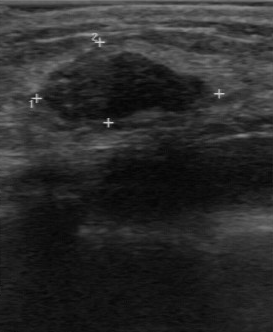
Imaging: breast ultrasound scan.
The finding is benign on biopsy or follow-up. (BI-RADS category 3.)